Breast sonogram. Acquired on GE Logiq 7 @10-14MHz.
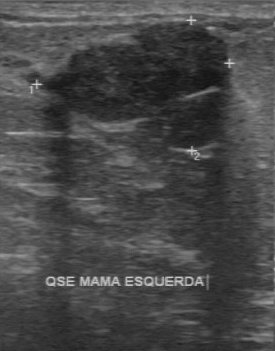
Biopsy or follow-up result is benign. Calcifications are absent. Contour: regular. Boundary is fairly clear. The echo pattern is hypoechoic.